Modality: breast ultrasound image.
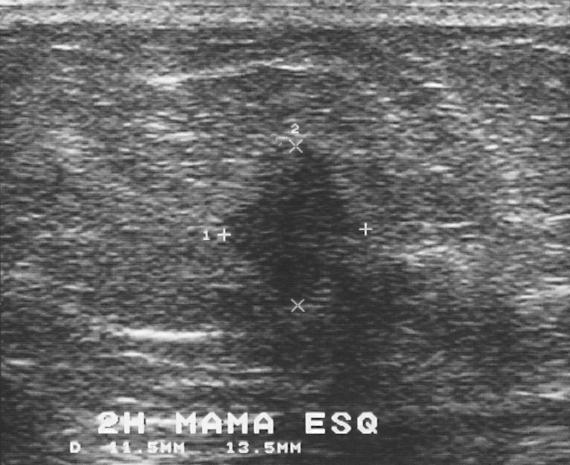
Finding bounding box: (224,143)-(360,307). BI-RADS 4.